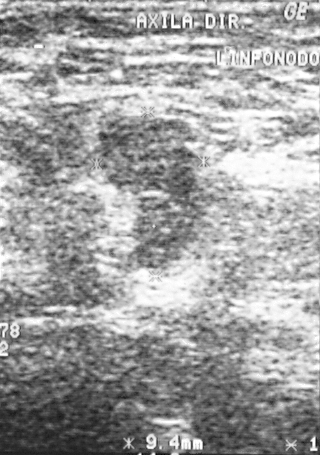
Breast ultrasound scan.
- biopsy or follow-up result: malignant
- biopsy result: lymphoma
- BI-RADS assessment: 5